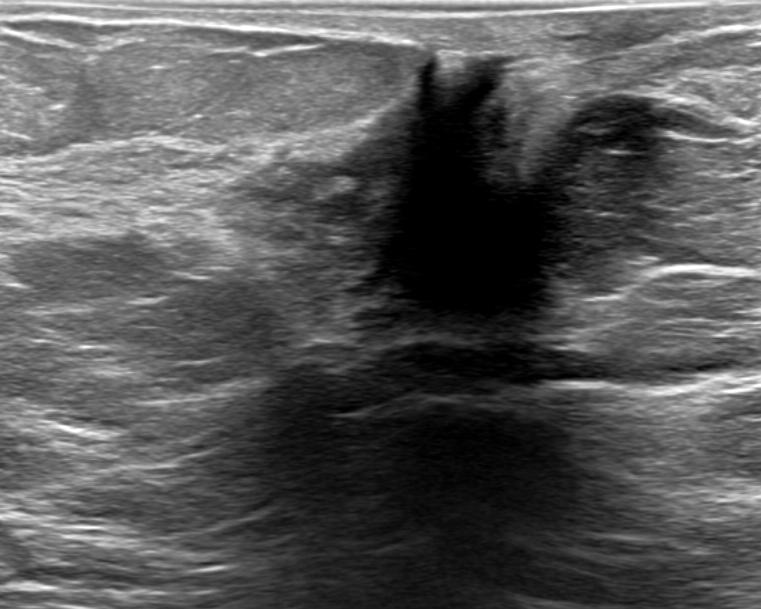
Modality: B-mode breast ultrasound.
Findings: an irregular mass of anechoic echotexture with non-circumscribed (spiculated, angular and indistinct) margins. There is posterior shadowing. There are no calcifications. Skin thickening: present. The mass is categorized as BI-RADS 4C; on biopsy or follow-up it was benign.